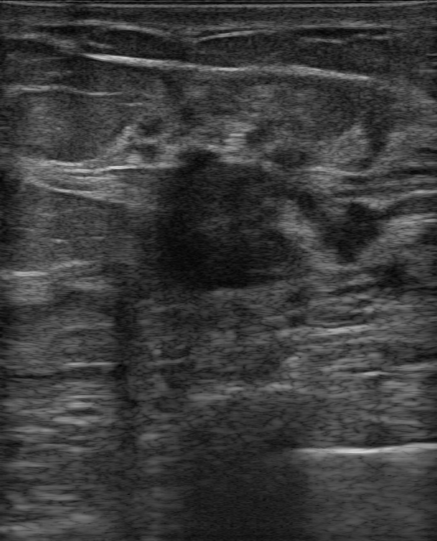
Modality: breast US.
Lesion characteristics:
- shape: irregular
- verification: confirmed by biopsy
- radiologist impression: Suspicion of malignancy
- lesion margin: not circumscribed - angular and indistinct
- outcome on biopsy or follow-up: malignant
- echogenic halo: absent
- calcifications: none
- biopsy result: Invasive micropapillary carcinoma
- echotexture: hypoechoic
- BI-RADS assessment: 4C
- posterior features: none